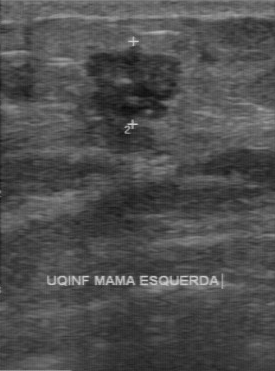
Imaging: breast sonogram.
The mass was assessed as BI-RADS 5 by the original reader.
On a second read by an independent reader:
Margin: partially regular.
Its boundary is somewhat unclear.
The mass is hypoechoic.
No calcifications are seen.
The biopsy result was invasive ductal carcinoma; the mass is malignant.